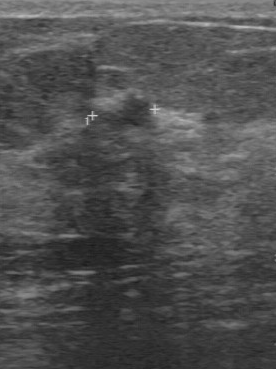
Breast sonogram. Acquired on GE Logiq 7 @10-14MHz.
Breast sonogram findings:
- biopsy or follow-up result: malignant
- BI-RADS: 4